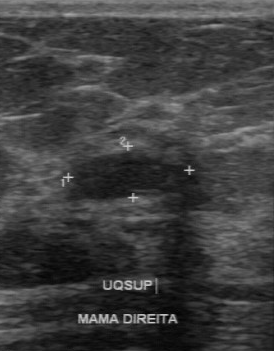
Breast ultrasound.
Independent BI-RADS assessment: 3. No calcifications are seen. Margin: regular. Lesion boundary is clear. Internal echoes are hypoechoic. The histopathology is fibroadenoma.